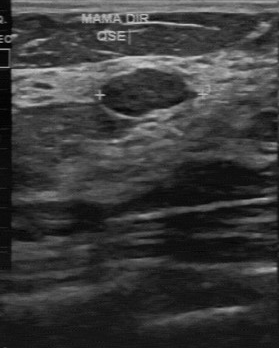
Breast ultrasound scan.
Biopsy or follow-up result: benign. Biopsy result: fibroadenoma. BI-RADS category: 3.
OUTCOME ON BIOPSY OR FOLLOW-UP: benign.